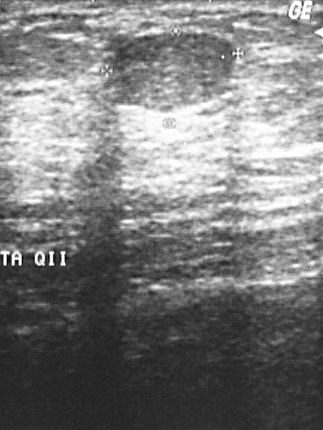
Modality: breast ultrasound.
A mass is seen. It was assessed as BI-RADS 2. Histopathology: fibroadenoma (benign).